Modality: breast ultrasound.
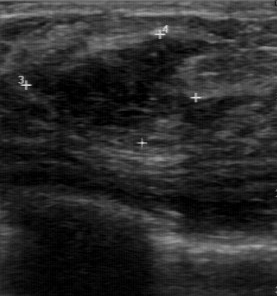
A lesion is seen with BI-RADS (first reader): 4, regular contour, BI-RADS (second read): 4A, somewhat unclear lesion boundary, hypoechoic echo pattern, calcifications: absent.